Imaging: breast US.
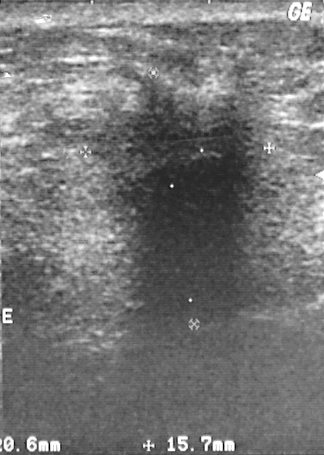
The finding is malignant on biopsy or follow-up.